Breast ultrasound.
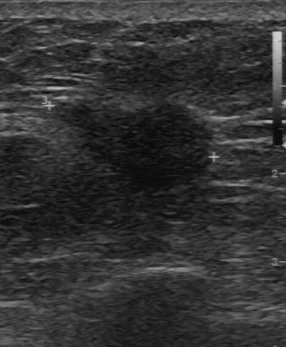
Segment the breast lesion: bounding box x1=57, y1=102, x2=211, y2=194.